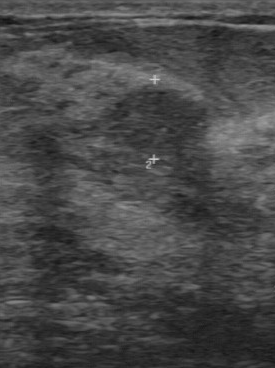
Imaging: breast ultrasound image.
Original-read BI-RADS category: 4. The following findings are from a second reader, independent of the original assessment. The margin is regular. Internally the lesion is slightly hypoechoic. Boundary: fairly clear. Calcifications: none. Histopathology: fibroadenoma (benign).